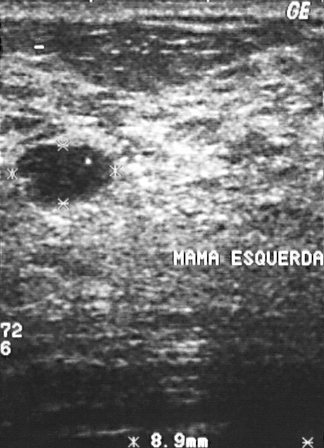
Breast ultrasound scan.
Outcome on biopsy or follow-up: benign. Assigned BI-RADS 2. The biopsy result was fibroadenoma; the lesion is benign.